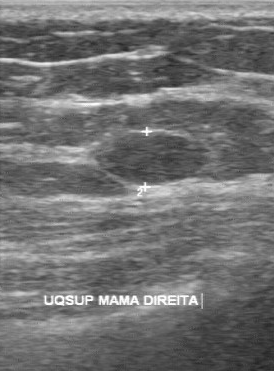
Breast US.
A mass is seen with clear lesion boundary, outcome on biopsy or follow-up: benign, calcifications: absent, hypoechoic echo pattern, regular contour.